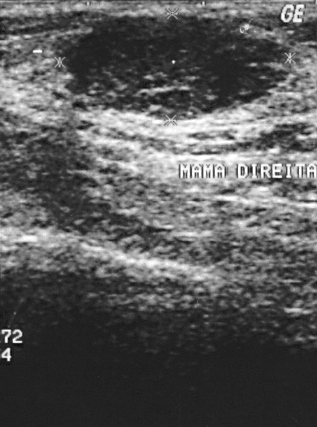
Modality: breast ultrasound scan.
The lesion is assessed as BI-RADS 2. This lesion proved benign on biopsy or follow-up. Biopsy showed fibroadenoma, a benign finding.